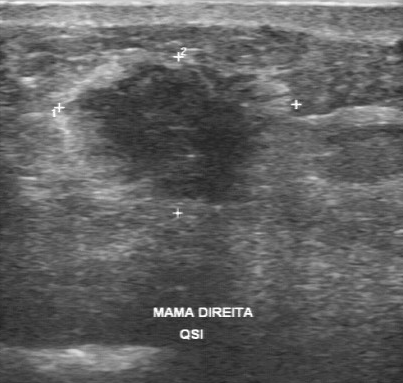
Breast ultrasound scan.
The original reader assigned BI-RADS 5. On a second read by an independent reader: The margin is irregular. Its boundary is unclear. The breast lesion is hypoechoic. There are no calcifications. Histopathology: invasive lobular carcinoma (malignant).